Imaging: breast US. Scanner: Toshiba Aplio 300 @12-14 MHz.
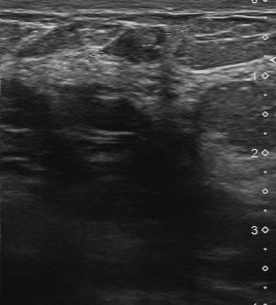
Calcifications: suspected. The lesion boundary is clear. The echogenicity is slightly hypoechoic. Confirmed outcome (biopsy or follow-up): benign. Margin: partially regular.